Modality: breast ultrasound.
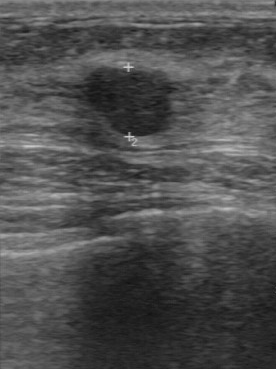
BI-RADS 3 in the original read. A second reader, independent of the original assessment, describes a hypoechoic mass with a regular margin; the boundary is clear. Calcifications: none. Pathology confirmed benign fibroadenoma.